Scanner: GE Logiq 7 @10-14MHz. Imaging: breast US.
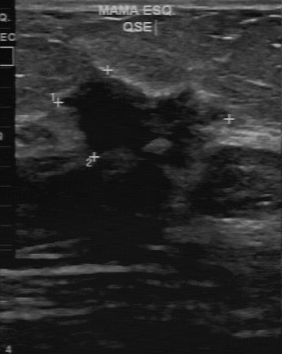
- BI-RADS assessment: 5
- biopsy or follow-up result: malignant